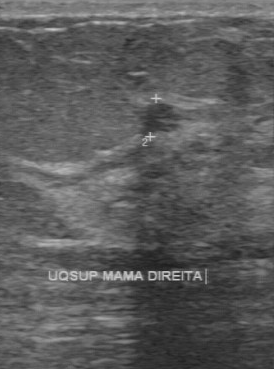
B-mode breast ultrasound. Acquired on GE Logiq 7 @10-14MHz.
Biopsy or follow-up result: malignant.